Modality: breast US.
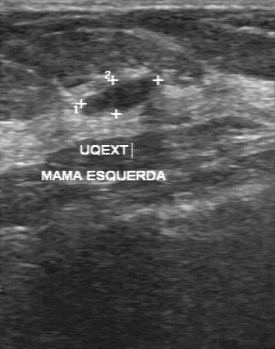
FINDINGS: BI-RADS (first reader): 3. Independent BI-RADS assessment: 3.